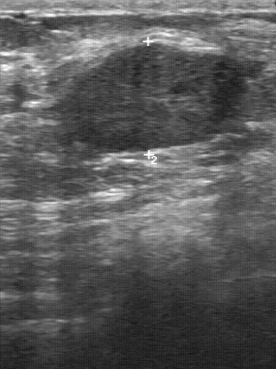
Modality: breast ultrasound. Scanner: GE Logiq 7 @10-14MHz.
Pixel coordinates (x1, y1, x2, y2): The mass occupies approximately (64, 43) to (246, 151).